Imaging: breast ultrasound scan.
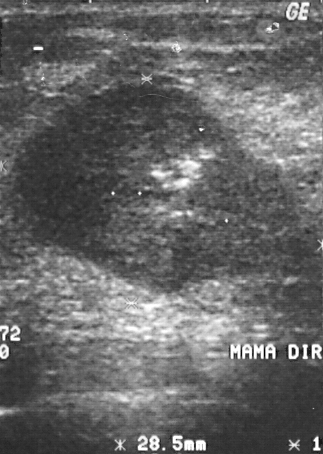
The biopsy result was invasive ductal carcinoma.
Assigned BI-RADS 4.
The breast lesion is malignant on biopsy or follow-up.